Breast ultrasound image.
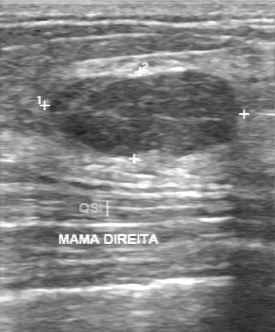
Biopsy or follow-up result: benign. BI-RADS: 3.
OUTCOME ON BIOPSY OR FOLLOW-UP: benign.